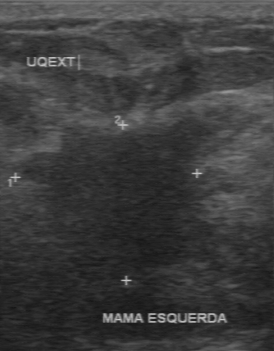
Breast ultrasound image. Acquired on GE Logiq 7 @10-14MHz.
- BI-RADS (first reader): 5
- calcifications: absent
- margin: irregular
- independent BI-RADS assessment: 4C